Imaging: breast ultrasound image. Acquired on GE Logiq 7 @10-14MHz.
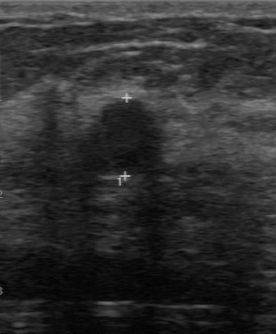
BI-RADS assessment: 4. Biopsy result is sclerosing adenosis. The confirmed outcome (biopsy or follow-up) is benign.